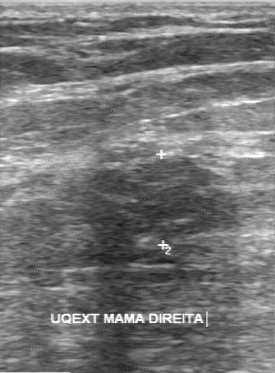
Modality: breast ultrasound image.
FINDINGS: Breast ultrasound image. Biopsy result: fibroadenoma. Biopsy or follow-up result: benign. BI-RADS assessment: 4.
OUTCOME ON BIOPSY OR FOLLOW-UP: benign.